Breast ultrasound.
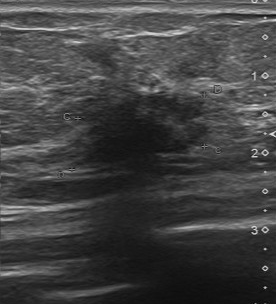
The lesion was assessed as BI-RADS 5 by the original reader. A second reader, independent of the original assessment, describes a hypoechoic lesion with an irregular margin; the boundary is unclear. The biopsy result was invasive ductal carcinoma; the lesion is malignant.